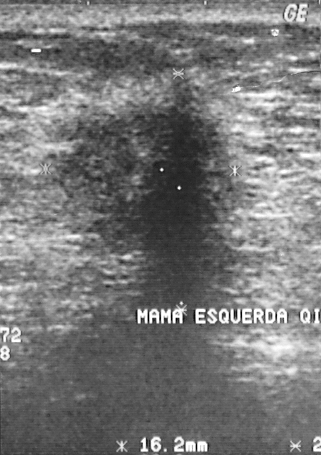
Scanner: GE Logiq 5 @10-12MHz. Breast ultrasound image.
The BI-RADS category is 5.